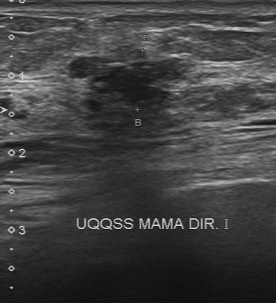
Breast US.
Outcome on biopsy or follow-up: malignant. BI-RADS 4.